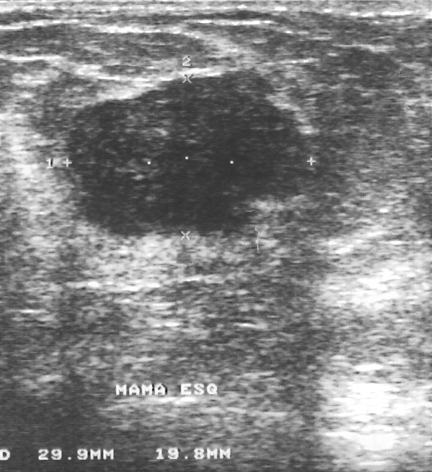
Breast ultrasound.
(coordinates in a 432x472 pixel frame) The breast lesion occupies approximately 67 79 308 238. The breast lesion is benign on biopsy or follow-up.